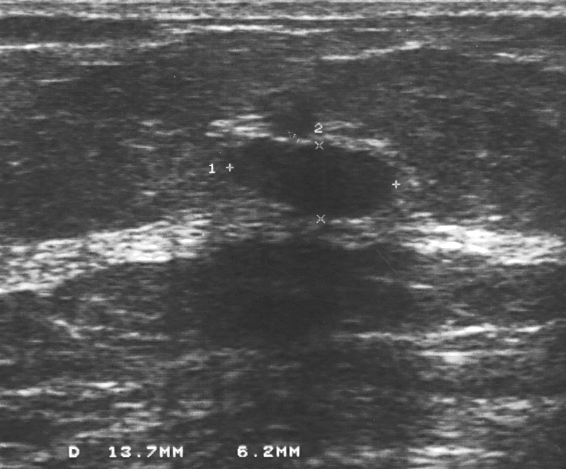
Imaging: breast ultrasound.
Pixel coordinates (x1, y1, x2, y2): Segment the finding: bounding box 226 138 393 218.